Breast ultrasound.
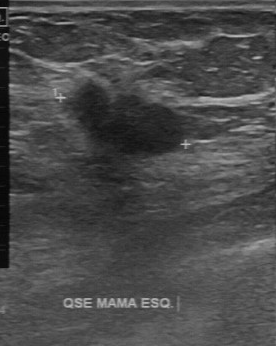
Original-read BI-RADS category: 4. A second reader, independent of the original assessment, describes a hypoechoic breast lesion with a partially regular margin; the boundary is fairly clear. There are no calcifications. Histopathology: invasive ductal carcinoma (malignant).